Imaging: breast ultrasound image.
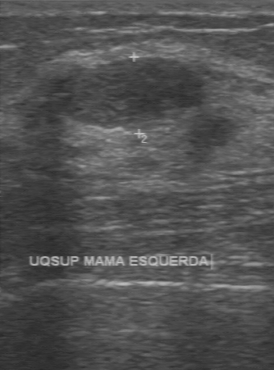
The lesion was assessed as BI-RADS 2 by the original reader.
The following findings are from a second reader, independent of the original assessment.
Its boundary is clear.
Echo pattern: hypoechoic.
The lesion has a regular margin.
No calcifications are seen.
The biopsy result was fibroadenoma; the lesion is benign.